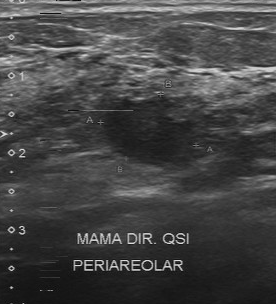
Acquired on Toshiba Aplio 300 @12-14 MHz. Breast US.
BI-RADS 4 in the original read; on a second read the margin is partially regular, the boundary somewhat unclear and the finding slightly hypoechoic. Biopsy showed hyperplasia, a benign finding.